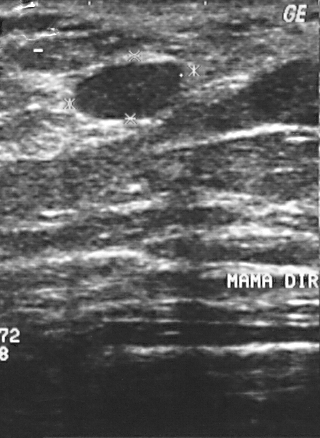
Imaging: breast US.
A breast lesion is seen. BI-RADS category 2. Histopathology: fat necrosis (benign).